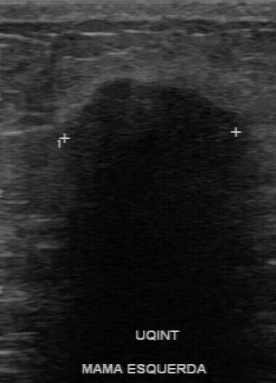
Modality: breast sonogram.
- BI-RADS category: 4
- histopathology: invasive ductal carcinoma